Imaging: breast US.
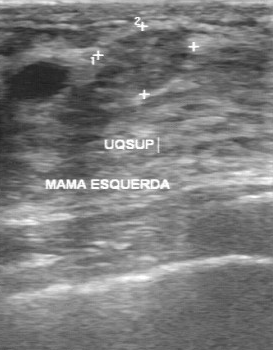
Original-read BI-RADS category: 3. Findings on the second read (an independent reader): a slightly hypoechoic mass, margin regular, boundary fairly clear. No calcifications are seen. Pathology confirmed benign sclerosing adenosis.